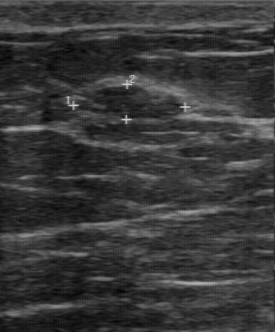
Breast sonogram.
- BI-RADS category: 3